Modality: breast ultrasound scan.
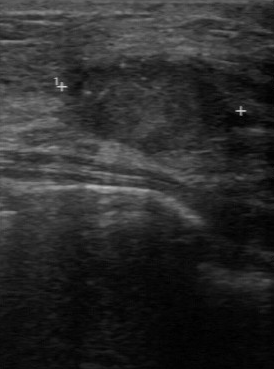
Breast lesion: malignant on biopsy or follow-up. (BI-RADS category 4.)